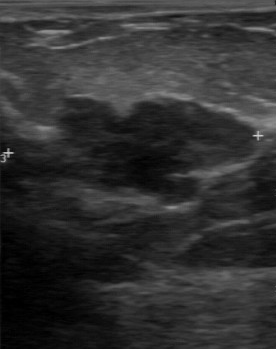
B-mode breast ultrasound. Acquired on GE Logiq 7 @10-14MHz.
B-mode breast ultrasound findings:
- calcifications: absent
- histopathology: intraductal papilloma
- BI-RADS (second read): 4B
- lesion boundary: somewhat unclear